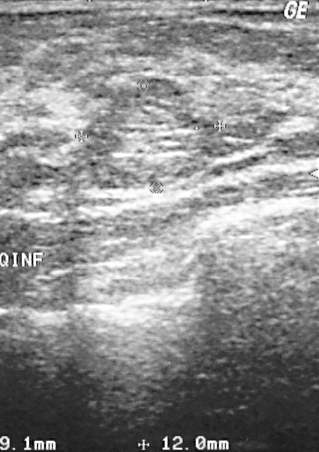
Scanner: GE Logiq 5 @10-12MHz. Modality: B-mode breast ultrasound.
This B-mode breast ultrasound shows a lesion. It was assessed as BI-RADS 2. Pathology confirmed benign fibrocystic changes.